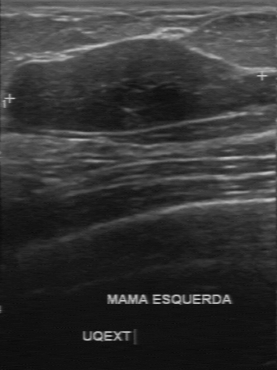
Imaging: breast ultrasound scan.
BI-RADS 2 in the original read; on a second read the margin is regular, the boundary clear and the mass hypoechoic. Calcifications: none. Biopsy showed fibroadenoma, a benign finding.